Breast ultrasound image.
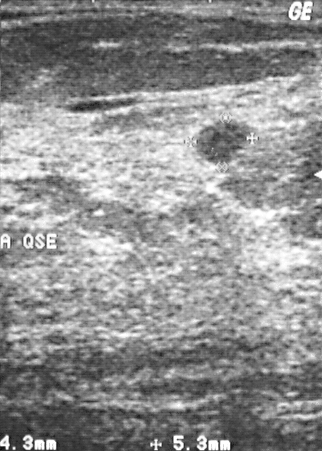
Biopsy showed fibrocystic changes. Biopsy or follow-up result: benign. The finding is assessed as BI-RADS 2.